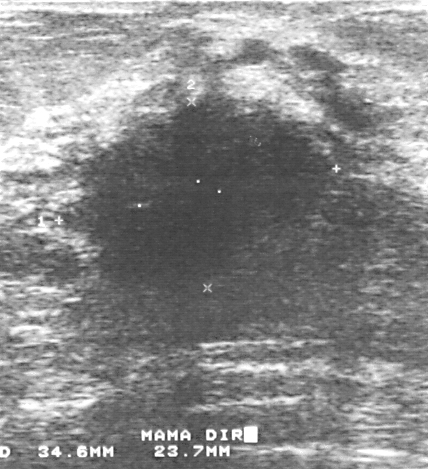
Breast ultrasound.
Assigned BI-RADS 4. This mass proved malignant on biopsy or follow-up. Biopsy showed invasive ductal carcinoma.